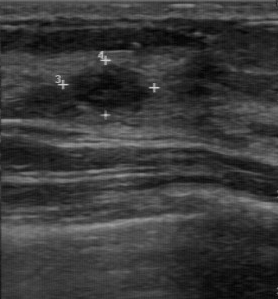
Breast ultrasound scan. Scanner: GE Logiq 7 @10-14MHz.
A finding is seen with regular margin, BI-RADS (first reader): 4, BI-RADS (second read): 3, hypoechoic internal echoes, outcome on biopsy or follow-up: benign, clear lesion boundary.